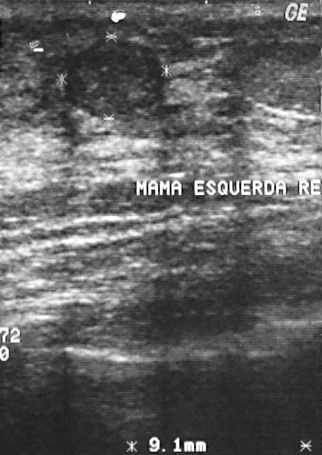
Scanner: GE Logiq 5 @10-12MHz. Imaging: B-mode breast ultrasound.
A breast lesion is seen. BI-RADS category 3. The biopsy result was fibroadenoma; the breast lesion is benign.